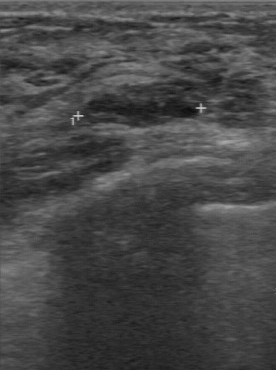
Modality: breast ultrasound.
The breast lesion demonstrates biopsy result: hyperplasia, BI-RADS (second read): 3, biopsy or follow-up result: benign.